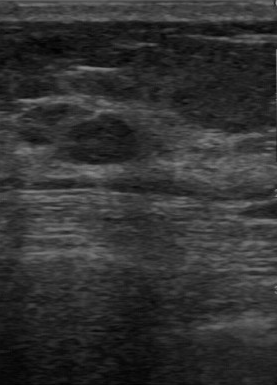
Breast ultrasound scan.
(coordinates in a 277x385 pixel frame) The lesion occupies approximately top-left (57, 114), bottom-right (140, 165).